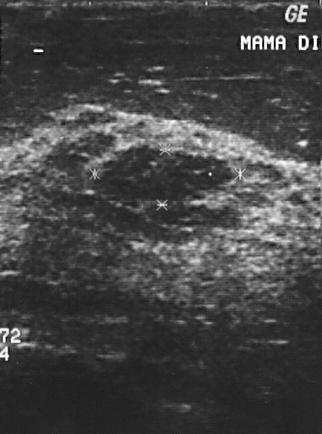
Imaging: breast ultrasound image.
- BI-RADS: 2
- confirmed outcome (biopsy or follow-up): benign
- pathology: fibroadenoma